Imaging: breast sonogram.
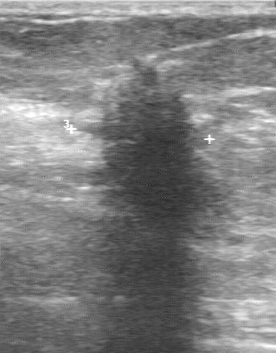
Original-read BI-RADS category: 4. On a second, independent read, a mass with an irregular margin and an unclear boundary is seen; it is hypoechoic. The biopsy result was invasive lobular carcinoma; the mass is malignant.